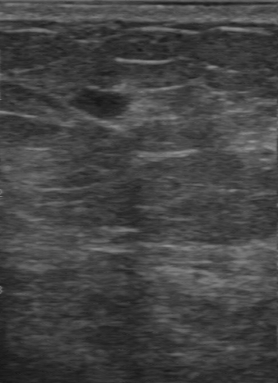
Breast sonogram.
Breast lesion: malignant on biopsy or follow-up. BI-RADS 3.